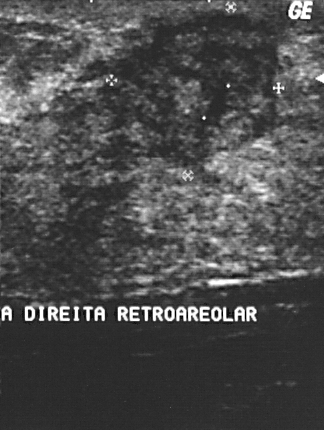
Imaging: breast ultrasound image.
Finding: mass, malignant on biopsy or follow-up.